Imaging: breast ultrasound image.
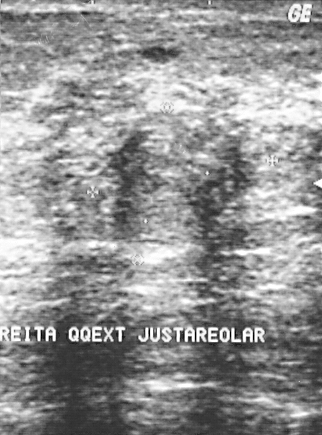
Biopsy or follow-up result: benign. BI-RADS 3.